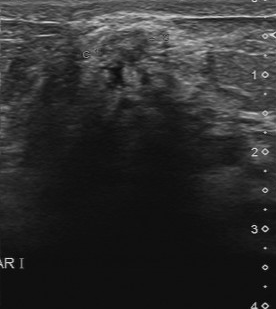
Modality: breast ultrasound image.
FINDINGS: Breast ultrasound image. BI-RADS: 4. Confirmed outcome (biopsy or follow-up): benign.
OUTCOME ON BIOPSY OR FOLLOW-UP: benign.